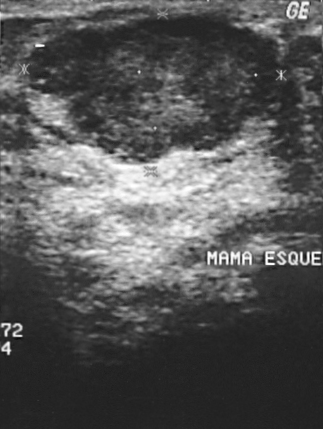
Modality: breast US.
BI-RADS category 4.
This breast lesion proved malignant on biopsy or follow-up.
The biopsy result was invasive ductal carcinoma.